Modality: breast ultrasound image.
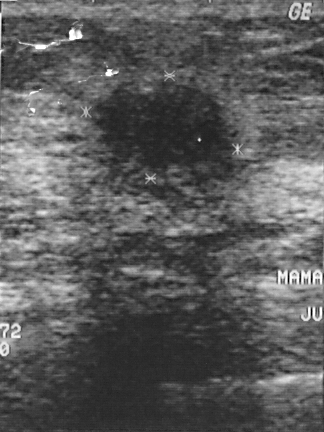
Pixel coordinates (x1, y1, x2, y2): The lesion is located within the bounding box (92,75)-(237,181).